Modality: B-mode breast ultrasound.
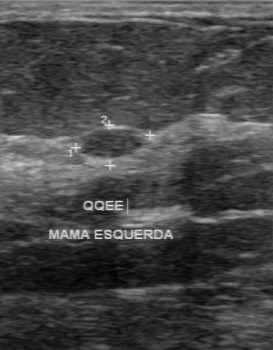
Lesion characteristics:
- boundary: clear
- BI-RADS on independent re-read: 3
- internal echoes: hypoechoic
- confirmed outcome (biopsy or follow-up): benign